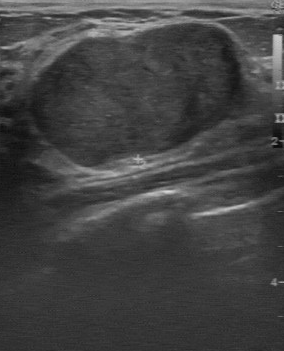
Modality: B-mode breast ultrasound. Scanner: GE Logiq 7 @10-14MHz.
The lesion occupies approximately [33, 23, 241, 164]. The lesion is benign on biopsy or follow-up.